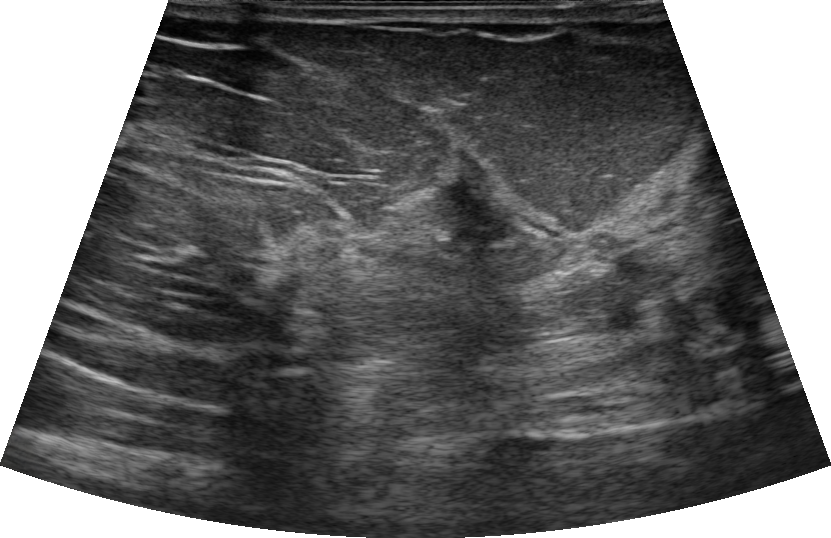
Modality: breast US. Background echotexture is heterogeneous: predominantly fibroglandular. Age 65.
Mass: malignant on biopsy or follow-up.